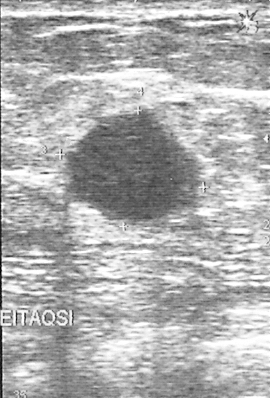
Imaging: breast US.
Pixel coordinates (x1, y1, x2, y2): The mass occupies approximately (65, 111) to (206, 226).